Imaging: breast sonogram. Acquired on GE Logiq 7 @10-14MHz.
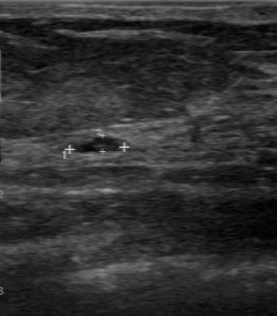
Coordinates are pixels in the 277x316 image. The finding occupies approximately top-left (75, 136), bottom-right (123, 153). BI-RADS 2.